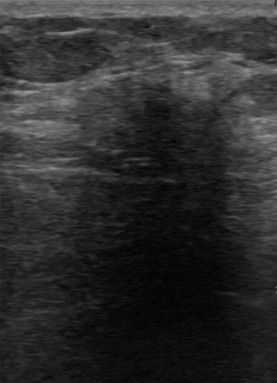
Modality: breast US.
Outcome on biopsy or follow-up: malignant. Boundary: unclear. Second-reader BI-RADS: 4B. Echogenicity: slightly hypoechoic.
OUTCOME ON BIOPSY OR FOLLOW-UP: malignant.